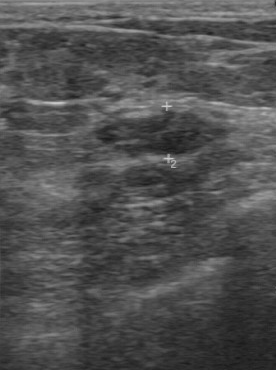
Imaging: breast ultrasound image.
Lesion characteristics:
- confirmed outcome (biopsy or follow-up): benign
- BI-RADS category: 4